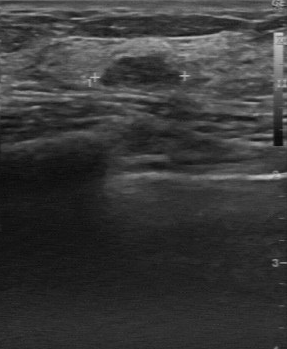
Imaging: breast ultrasound. Acquired on GE Logiq 7 @10-14MHz.
The original reader assigned BI-RADS 3. The following findings are from a second reader, independent of the original assessment. Margin: partially regular. Boundary: fairly clear. Internally the finding is slightly hypoechoic. There are no calcifications. The biopsy result was fibroadenoma; the finding is benign.